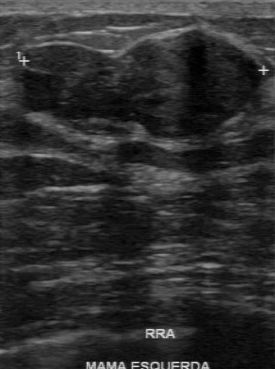
Imaging: breast US.
The biopsy result is fibroadenoma. BI-RADS category: 3.